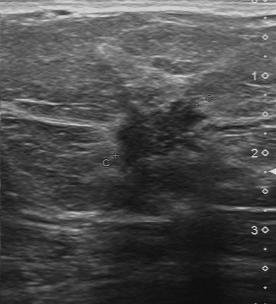
B-mode breast ultrasound.
BI-RADS 5 in the original read; on a second read the margin is irregular, the boundary unclear and the finding hypoechoic. Calcifications: suspected. The biopsy result was invasive ductal carcinoma; the finding is malignant.